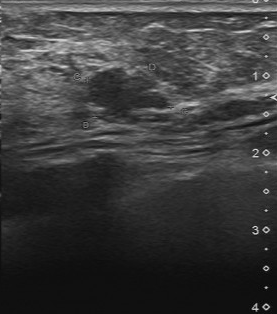
Scanner: Toshiba Aplio 300 @12-14 MHz. Modality: breast ultrasound image.
A finding is seen with BI-RADS assessment: 4.